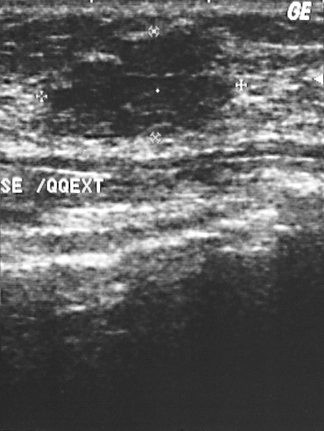
Modality: breast US.
This breast US shows a lesion. It was assessed as BI-RADS 3. Histopathology: fibroadenoma (benign).